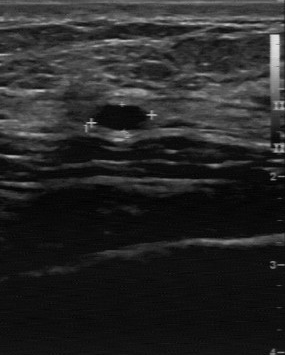
Modality: breast ultrasound scan.
Coordinates are pixels in the 285x355 image. The lesion is located within the bounding box (98,105)-(142,130).